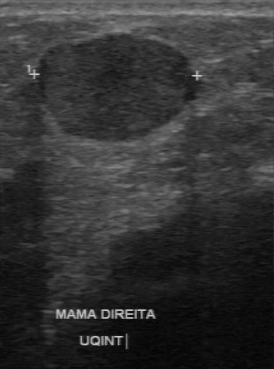
Modality: B-mode breast ultrasound. Acquired on GE Logiq 7 @10-14MHz.
B-mode breast ultrasound findings:
- calcifications: none
- outcome on biopsy or follow-up: malignant
- boundary: clear
- contour: regular
- internal echoes: hypoechoic
- histopathology: papillary carcinoma
- independent BI-RADS assessment: 3